Modality: B-mode breast ultrasound.
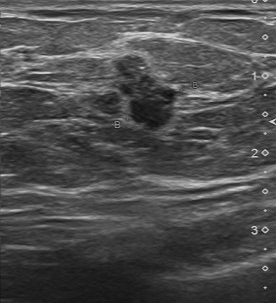
BI-RADS 4 in the original read.
On a second read by an independent reader:
Boundary: somewhat unclear.
Calcifications: suspected.
The margin is partially regular.
Echo pattern: slightly hypoechoic.
The biopsy result was invasive ductal carcinoma; the lesion is malignant.